Breast ultrasound.
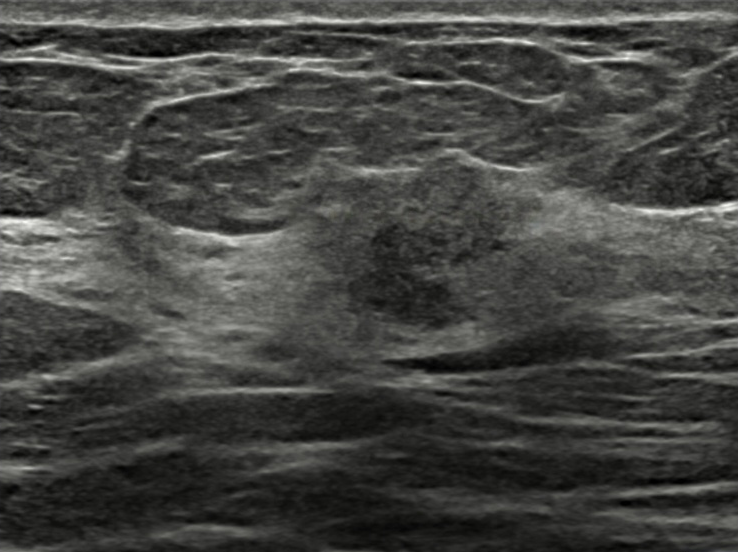
Pixel coordinates (x1, y1, x2, y2): Segment the mass: bounding box top-left (298, 144), bottom-right (552, 334). The mass is malignant on biopsy or follow-up. BI-RADS 5.